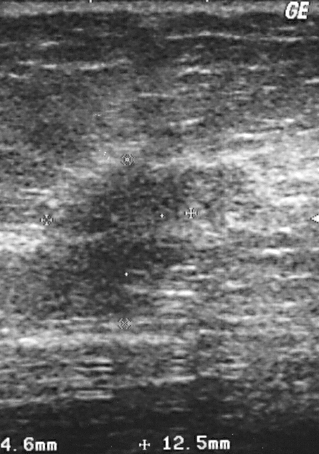
B-mode breast ultrasound. Scanner: GE Logiq 5 @10-12MHz.
A lesion is present on this B-mode breast ultrasound. Assessment: BI-RADS 4. The biopsy result was invasive ductal carcinoma; the lesion is malignant.